Imaging: breast ultrasound image.
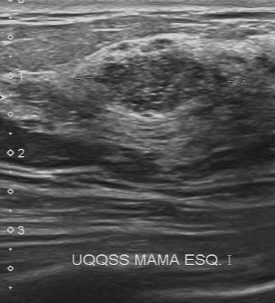
Original-read BI-RADS category: 4. A second reader, independent of the original assessment, describes a heterogeneous breast lesion with a partially regular margin; the boundary is somewhat unclear. There are multiple clustered microcalcifications. Biopsy showed fibroadenoma, a benign finding.